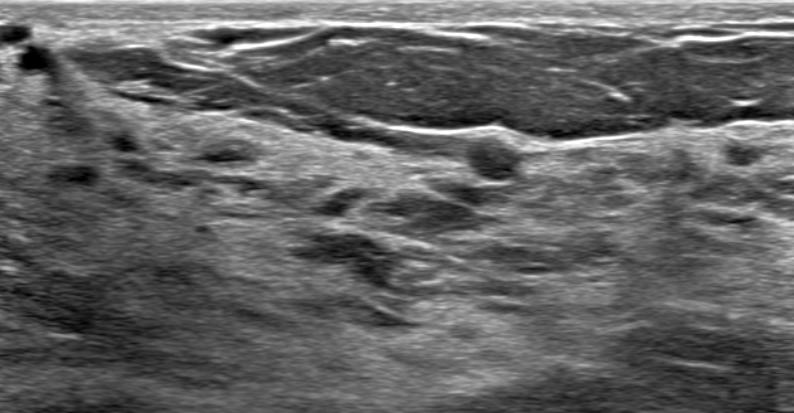
Background echotexture is heterogeneous: predominantly fat. Imaging: B-mode breast ultrasound.
There is a round finding that is hypoechoic, with a circumscribed margin. Posterior features: none. Echogenic halo: absent. No calcifications are seen. BI-RADS 3; benign on biopsy or follow-up. Radiologist's impression: Cyst filled with thick fluid. The finding was confirmed by follow-up care.